Breast ultrasound image.
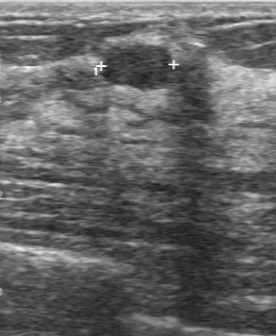
Mass: benign on biopsy or follow-up.